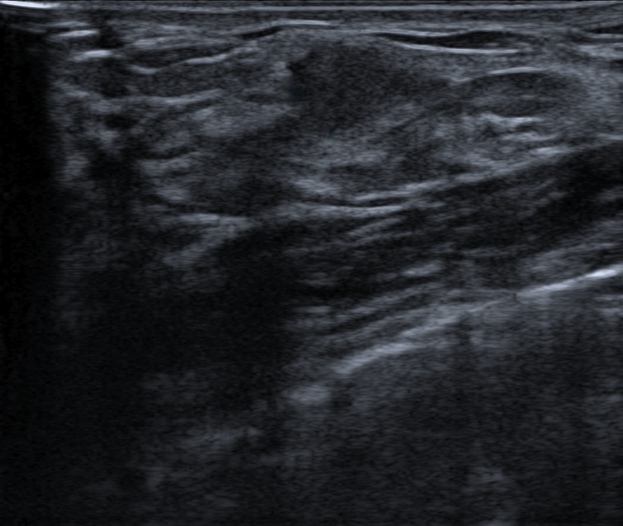
Age 42. Imaging: breast US.
- verification: confirmed by biopsy
- biopsy result: Intraductal papilloma; Usual ductal hyperplasia (UDH); Adenosis
- outcome on biopsy or follow-up: benign
- posterior acoustic features: none
- lesion shape: irregular
- calcifications: none
- BI-RADS category: 4B
- echotexture: hypoechoic